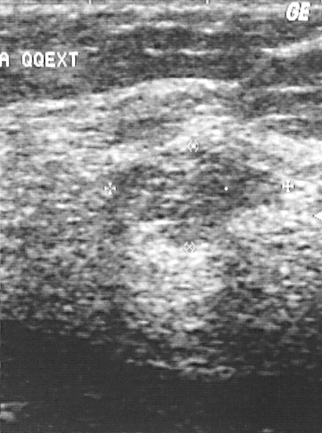
Breast ultrasound.
Biopsy or follow-up result: benign. The biopsy result was fibroadenoma. Assigned BI-RADS 3.